Modality: breast sonogram.
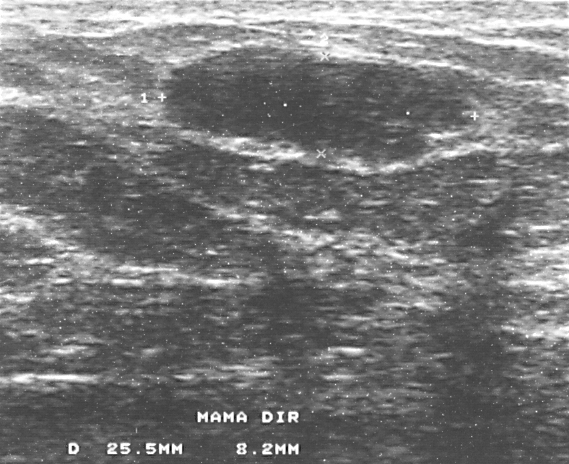
BI-RADS: 3. Pathology: fibroadenoma.
OUTCOME ON BIOPSY OR FOLLOW-UP: benign.